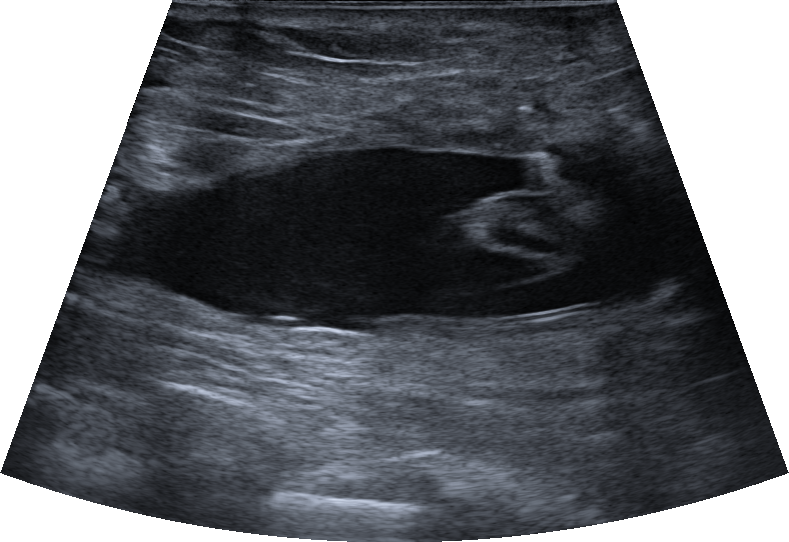
Breast ultrasound image. Background tissue composition: homogeneous: fat.
Internally the breast lesion is anechoic. Echogenic halo: absent. Posterior enhancement is present. It has an oval shape. No calcifications are seen. The breast lesion has a circumscribed margin. Skin thickening: present. Assigned BI-RADS 2. The finding was confirmed by follow-up care. Radiologic interpretation: Seroma.